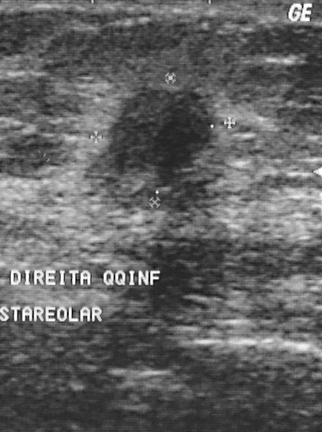
Imaging: breast ultrasound image.
Coordinates are pixels in the 322x432 image. The lesion occupies approximately x1=110, y1=86, x2=220, y2=192. BI-RADS 4.